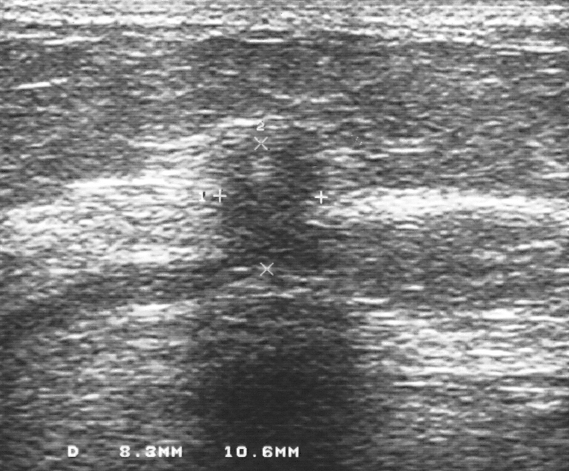
Modality: breast sonogram.
Outcome on biopsy or follow-up: malignant.